Breast ultrasound.
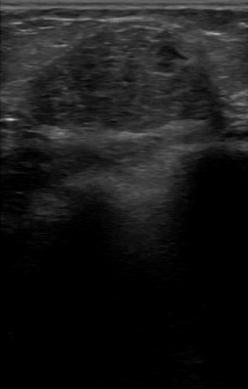
- internal echoes: hypoechoic
- independent BI-RADS assessment: 3
- boundary: somewhat unclear
- BI-RADS (first reader): 4